Breast ultrasound image.
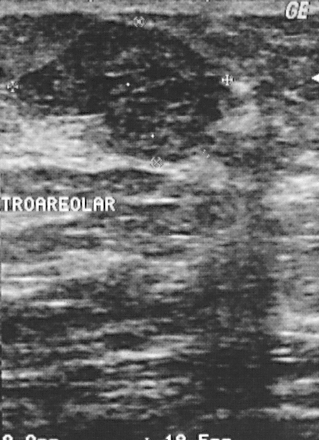
Biopsy or follow-up result: benign. BI-RADS assessment: 2. Biopsy showed fibroadenoma, a benign finding.